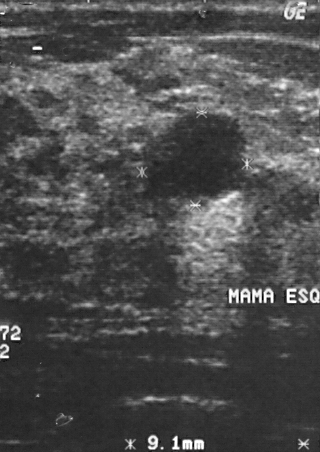
Imaging: breast ultrasound image.
BI-RADS category 2. The breast lesion is benign on biopsy or follow-up. The biopsy result was cyst; the breast lesion is benign.